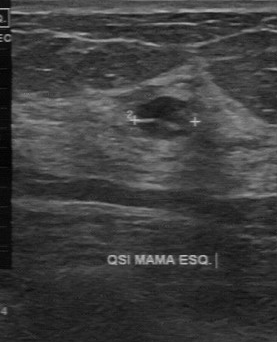
Breast US.
Pixel coordinates (x1, y1, x2, y2): The breast lesion occupies approximately 134 97 193 138. The breast lesion is benign on biopsy or follow-up.